Imaging: breast ultrasound image.
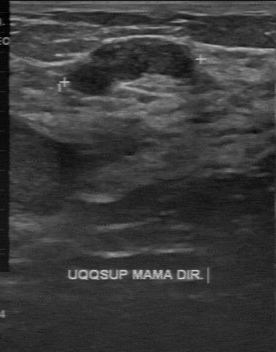
Pixel coordinates (x1, y1, x2, y2): The finding occupies approximately x1=68, y1=38, x2=192, y2=94. The finding is benign on biopsy or follow-up. BI-RADS 3.